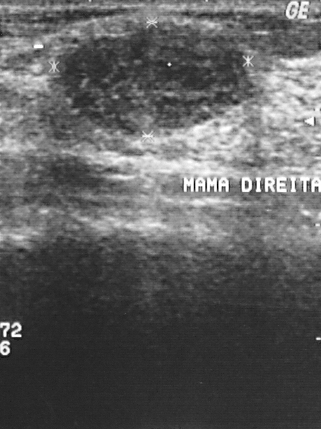
Breast ultrasound.
Histopathology: fibroadenoma. Outcome on biopsy or follow-up: benign. The finding is assessed as BI-RADS 2.